Scanner: GE Logiq 5 @10-12MHz. Imaging: breast ultrasound image.
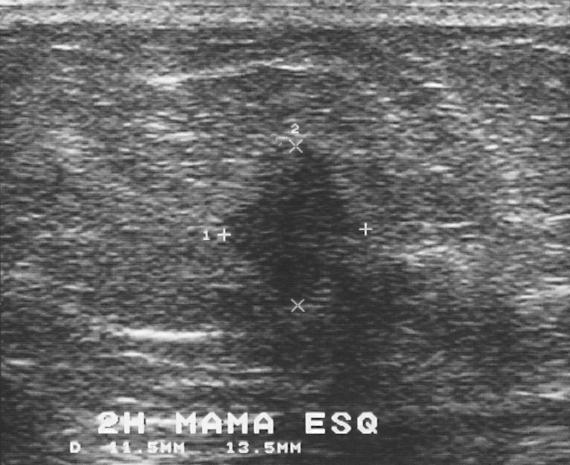
A lesion is seen with BI-RADS assessment: 4.